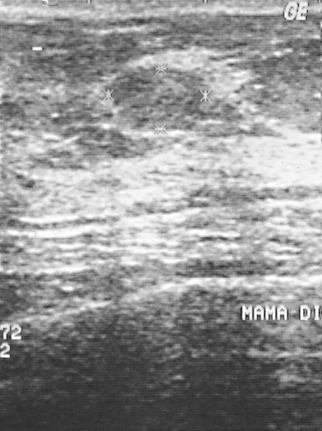
Breast ultrasound image.
A finding is present on this breast ultrasound image. Assessment: BI-RADS 2. Histopathology: fibroadenoma (benign).